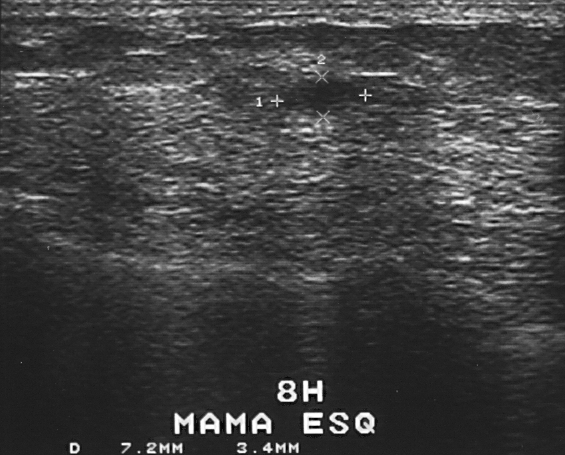
Modality: breast US.
Pixel coordinates (x1, y1, x2, y2): The lesion is located within the bounding box 285 78 356 115.